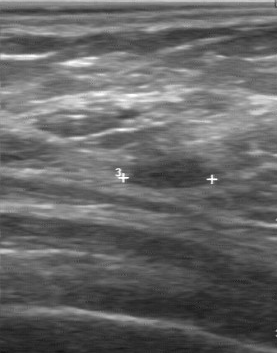
Breast ultrasound scan.
Lesion characteristics:
- BI-RADS on independent re-read: 3
- histopathology: lipoma
- echo pattern: hypoechoic
- lesion boundary: clear